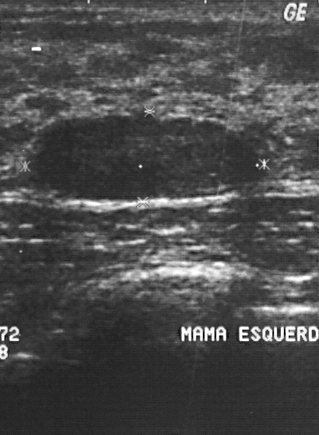
Imaging: B-mode breast ultrasound.
This B-mode breast ultrasound shows a lesion, benign on biopsy or follow-up.